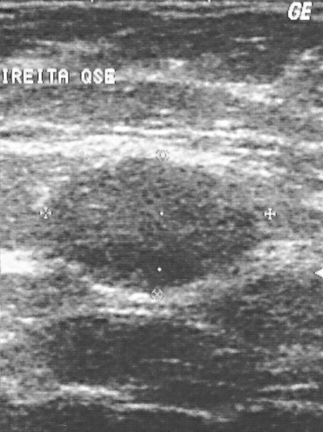
Scanner: GE Logiq 5 @10-12MHz. Imaging: B-mode breast ultrasound.
A lesion is seen. BI-RADS category 2. Histopathology: fibroadenoma (benign).